Imaging: B-mode breast ultrasound.
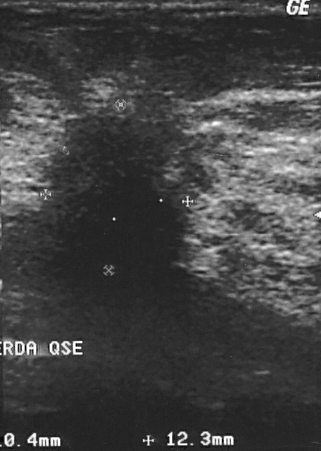
This B-mode breast ultrasound shows a mass. Assessment: BI-RADS 4. Pathology confirmed malignant invasive ductal carcinoma.